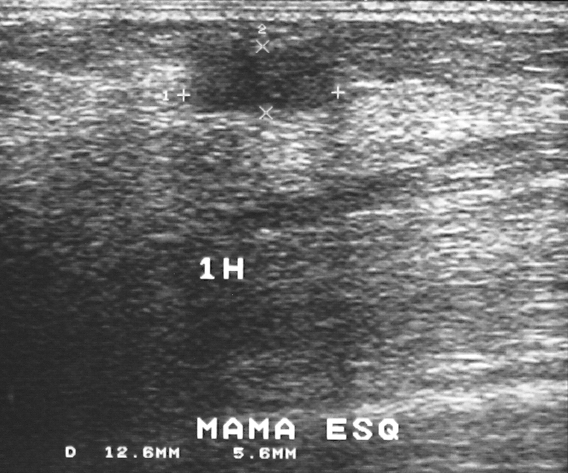
Imaging: breast ultrasound.
A lesion is present on this breast ultrasound. Assessment: BI-RADS 3. The biopsy result was fibroadenoma; the lesion is benign.